Breast ultrasound scan.
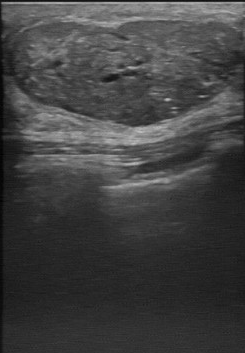
BI-RADS (first reader): 4. BI-RADS on independent re-read: 4A. Calcifications: suspected.